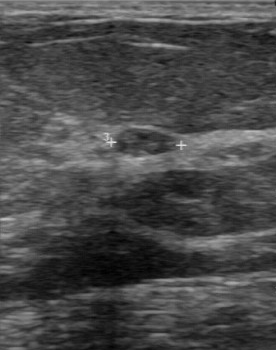
Breast ultrasound.
This breast ultrasound shows a breast lesion, benign on biopsy or follow-up. BI-RADS 2.